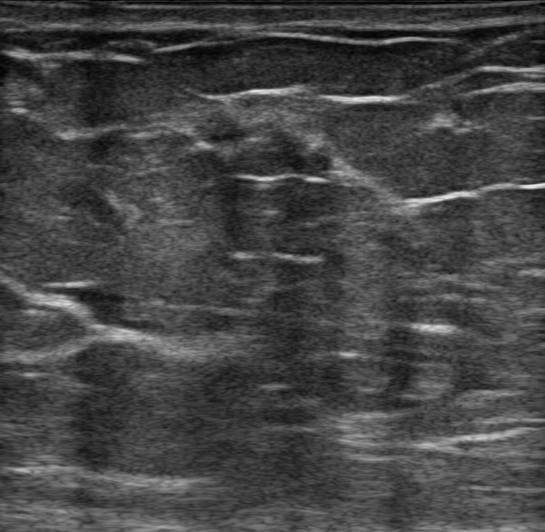
Imaging: breast ultrasound.
Findings: an oval mass of hypoechoic echotexture with a circumscribed margin. No posterior acoustic features are seen. No calcifications are seen. Echogenic halo: absent. Skin thickening: none. BI-RADS 4A; benign on biopsy or follow-up.